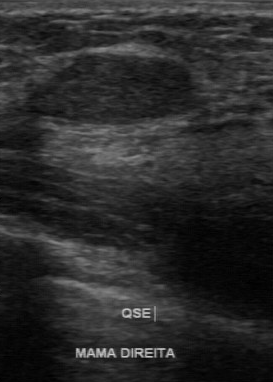
Modality: breast sonogram.
The finding is located within the bounding box top-left (32, 54), bottom-right (191, 123).